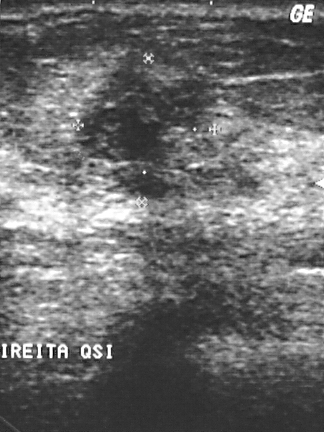
Imaging: breast sonogram.
Biopsy or follow-up result: malignant. BI-RADS 4.